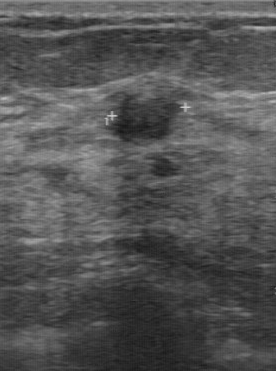
Imaging: breast ultrasound image.
Breast ultrasound image findings:
- confirmed outcome (biopsy or follow-up): benign
- calcifications: absent
- internal echoes: hypoechoic
- contour: regular
- boundary: clear